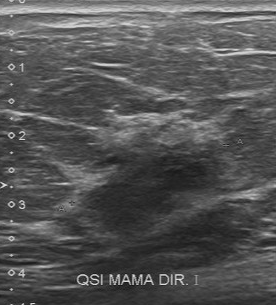
Modality: breast ultrasound image.
The BI-RADS is 4. The biopsy or follow-up result is malignant.